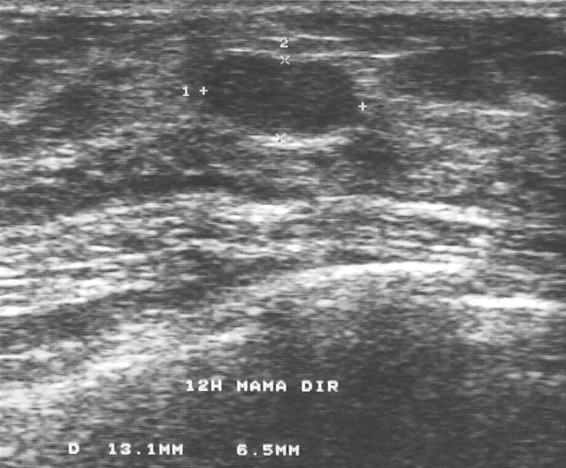
Imaging: breast US.
Pathology: fibroadenoma. BI-RADS category: 2. Confirmed outcome (biopsy or follow-up): benign.
OUTCOME ON BIOPSY OR FOLLOW-UP: benign.